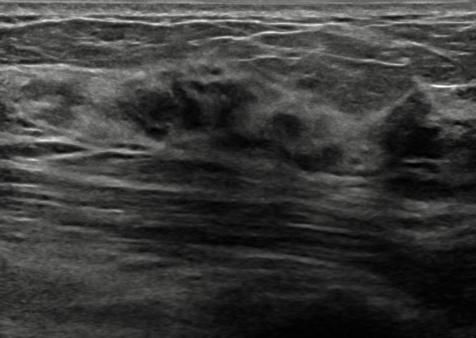
Breast sonogram.
FINDINGS: Breast sonogram. BI-RADS category: 4B. Calcifications: none. Skin thickening: none. Echogenic halo: none. Verification: confirmed by biopsy. Echotexture: hypoechoic. Confirmed outcome (biopsy or follow-up): benign. Lesion shape: irregular. Posterior acoustic features: absent. Margin: not circumscribed - microlobulated.
OUTCOME ON BIOPSY OR FOLLOW-UP: benign.